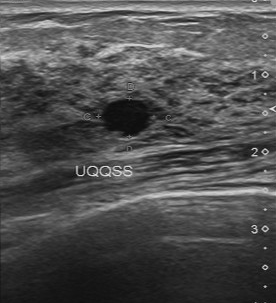
Breast ultrasound image.
BI-RADS 2 in the original read.
The following findings are from a second reader, independent of the original assessment.
The margin is regular.
Boundary: clear.
Internally the finding is hypoechoic.
Calcifications: none.
Biopsy showed cyst, a benign finding.